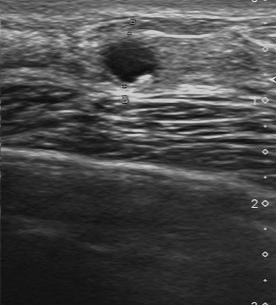
Modality: breast ultrasound. Acquired on Toshiba Aplio 300 @12-14 MHz.
Finding: mass, benign on biopsy or follow-up. BI-RADS 4.